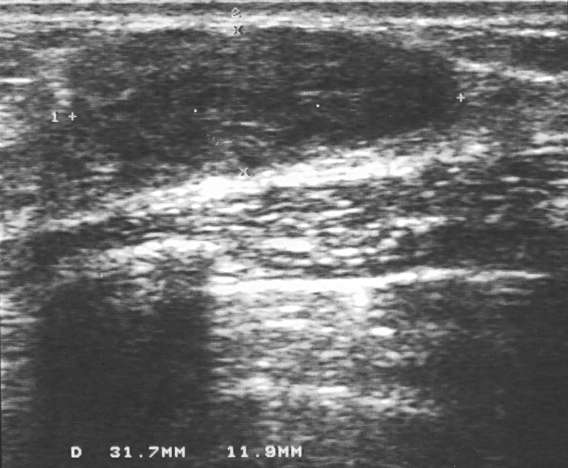
Imaging: breast ultrasound image.
Lesion: benign on biopsy or follow-up.